Modality: breast ultrasound scan. 56-year-old patient.
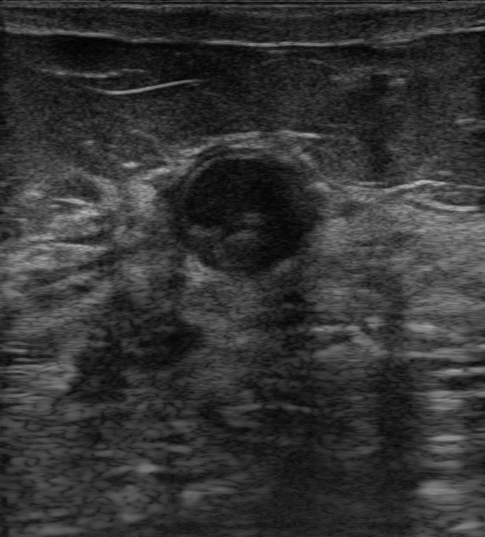
No calcifications are seen. No posterior acoustic features are seen. The breast lesion is round in shape. There is no echogenic halo. Its echo pattern is heterogeneous. There is no skin thickening. Margin: circumscribed. BI-RADS assessment: 4A. Biopsy confirmed fibrosclerosis.